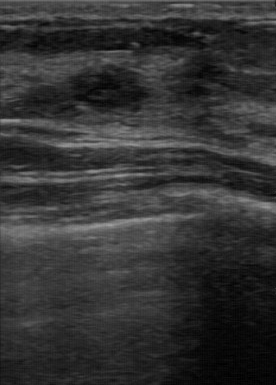
Imaging: breast ultrasound scan.
The mass was assessed as BI-RADS 4 by the original reader. The following findings are from a second reader, independent of the original assessment. Its boundary is fairly clear. The margin is partially regular. Internally the mass is hypoechoic. Calcifications: none. The biopsy result was fibroadenoma; the mass is benign.